Modality: breast US. Acquired on GE Logiq 7 @10-14MHz.
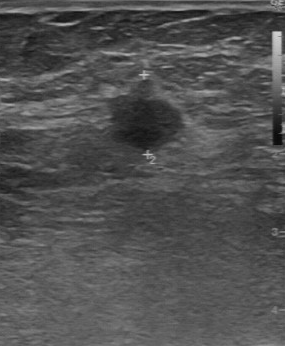
Lesion characteristics:
- confirmed outcome (biopsy or follow-up): malignant
- histopathology: invasive ductal carcinoma
- BI-RADS assessment: 4